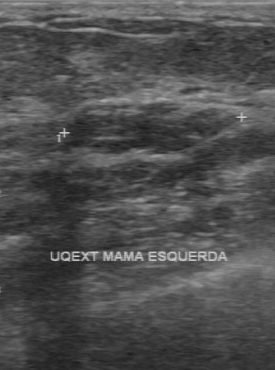
Modality: breast ultrasound scan. Scanner: GE Logiq 7 @10-14MHz.
The lesion is benign on biopsy or follow-up. (BI-RADS category 4.)